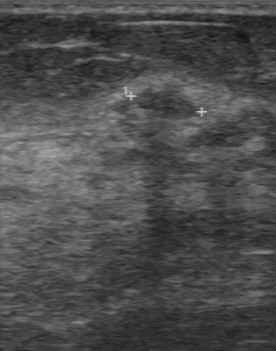
Breast ultrasound.
Original-read BI-RADS category: 4. A second, independent read describes the finding as follows. The finding has a partially regular margin. The lesion boundary is somewhat unclear. Echo pattern: slightly hypoechoic. Calcifications: none. Biopsy showed hyperplasia, a benign finding.